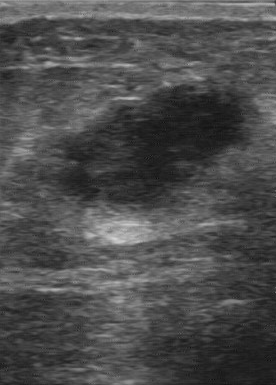
Imaging: breast US.
BI-RADS 5 in the original read; on a second read the margin is regular, the boundary somewhat unclear and the finding hypoechoic. Calcifications: none. Biopsy showed invasive ductal carcinoma, a malignant finding.